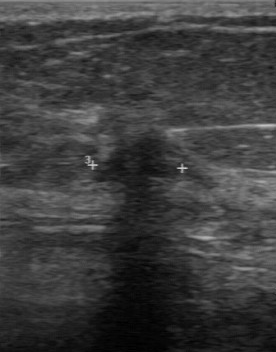
Imaging: breast ultrasound scan. Scanner: GE Logiq 7 @10-14MHz.
FINDINGS: Breast ultrasound scan. Lesion margin: irregular. Independent BI-RADS assessment: 4B.